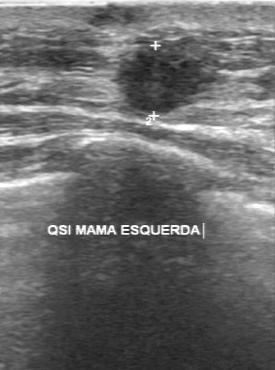
Breast sonogram.
Lesion characteristics:
- pathology: invasive ductal carcinoma
- BI-RADS category: 5